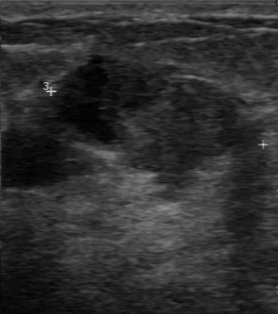
Acquired on GE Logiq 7 @10-14MHz. Imaging: breast ultrasound image.
Breast ultrasound image findings:
- BI-RADS (first reader): 4
- boundary: somewhat unclear
- calcifications: none
- second-reader BI-RADS: 4B